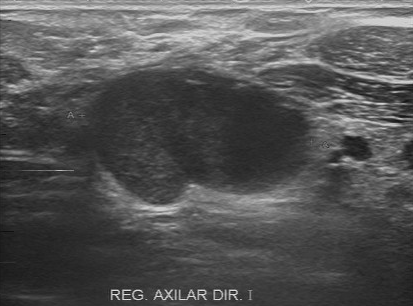
Imaging: breast ultrasound image.
BI-RADS 4 in the original read; on a second read the margin is partially regular, the boundary clear and the lesion hypoechoic. Calcifications: none. Biopsy showed invasive ductal carcinoma, a malignant finding.